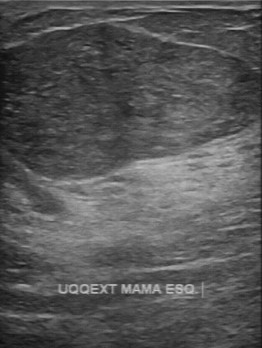
Modality: breast US.
The breast lesion demonstrates original BI-RADS: 3, independent BI-RADS assessment: 4A.